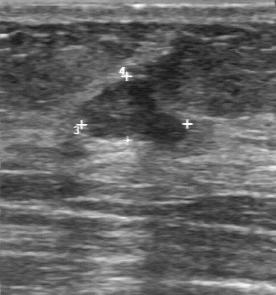
Imaging: breast ultrasound scan.
Lesion boundary: somewhat unclear. Echo pattern: slightly hypoechoic. Margin: partially regular. Calcifications: none. Outcome on biopsy or follow-up: benign.
OUTCOME ON BIOPSY OR FOLLOW-UP: benign.